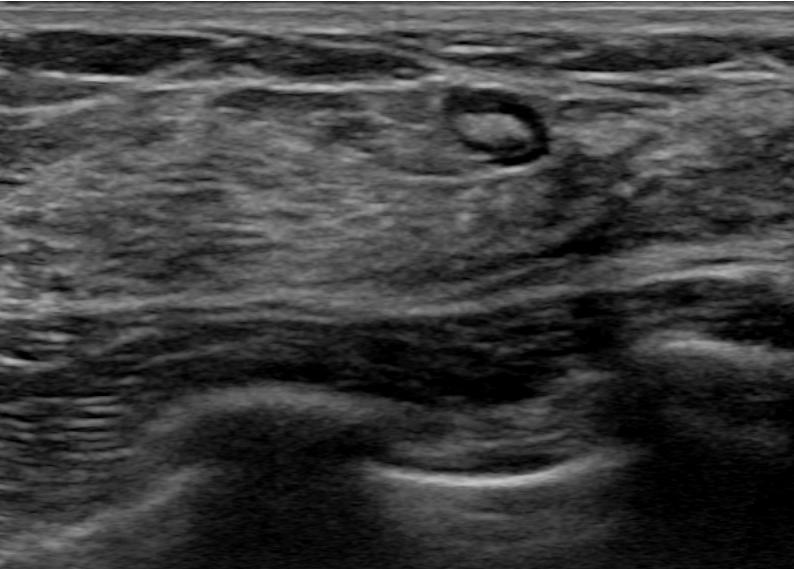
Modality: B-mode breast ultrasound.
The finding appears oval. The finding has a circumscribed margin. Internally the finding is heterogeneous. Posterior features: none. There is no echogenic halo. Calcifications: none. Skin thickening: none. Assigned BI-RADS 2. Radiologic interpretation: Intramammary lymph node. Verification: follow-up care.